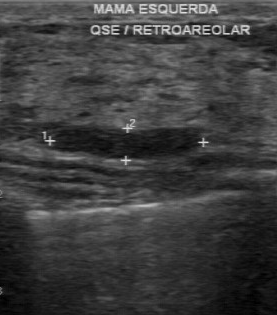
Scanner: GE Logiq 7 @10-14MHz. Modality: breast ultrasound.
The biopsy or follow-up result is benign. The BI-RADS category is 2.